Modality: breast ultrasound image.
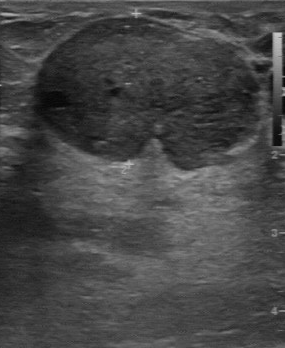
The mass was assessed as BI-RADS 3 by the original reader. Descriptors from an independent second read (not the reader who assigned the category): Its boundary is fairly clear. The mass has a partially regular margin. Echo pattern: mixed cystic and solid. Calcifications: none. The biopsy result was fibroadenoma; the mass is benign.